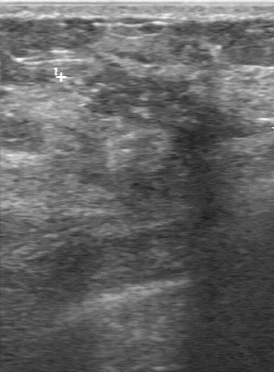
B-mode breast ultrasound.
Finding: lesion, malignant on biopsy or follow-up.